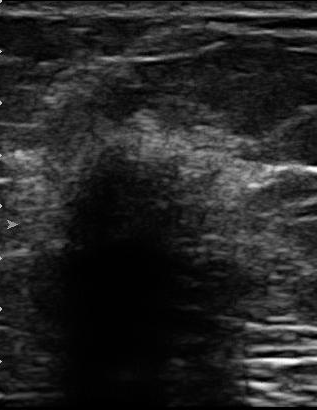
Breast US.
The finding occupies approximately [30, 144, 253, 367]. The finding is malignant on biopsy or follow-up. BI-RADS 5.